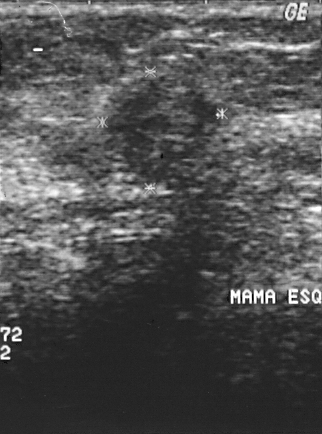
Imaging: breast ultrasound scan.
Pixel coordinates (x1, y1, x2, y2): Lesion bounding box: (106,76)-(221,185). BI-RADS 4.